Breast ultrasound.
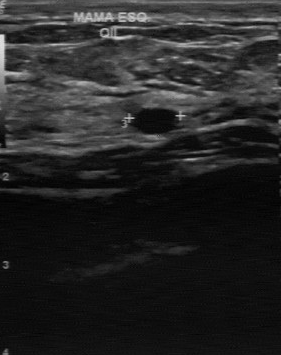
The finding was categorized BI-RADS 2 in the original read. A second reader, independent of the original assessment, describes a hypoechoic finding with a regular margin; the boundary is clear. Calcifications: none. Pathology confirmed benign cyst.